Imaging: B-mode breast ultrasound.
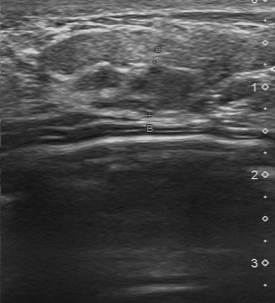
Breast lesion bounding box: [73, 62, 195, 114]. BI-RADS 4.